Imaging: breast ultrasound scan.
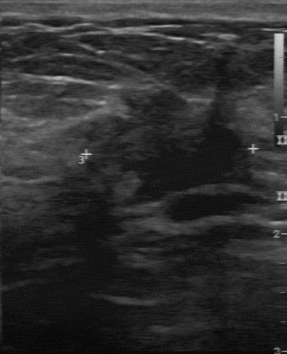
The original reader assigned BI-RADS 4. A second reader, independent of the original assessment, describes a hypoechoic lesion with an irregular margin; the boundary is unclear. No calcifications are seen. Biopsy showed invasive ductal carcinoma, a malignant finding.